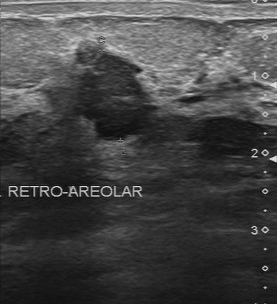
Imaging: breast US.
BI-RADS 4 in the original read. On a second, independent read, a breast lesion with an irregular margin and an unclear boundary is seen; it is hypoechoic. Biopsy showed invasive ductal carcinoma, a malignant finding.